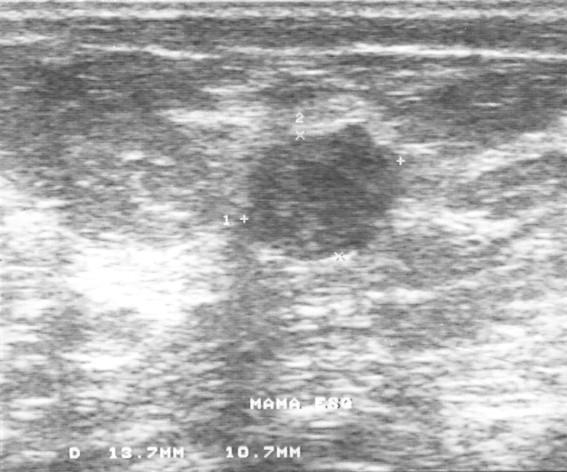
Scanner: GE Logiq 5 @10-12MHz. Imaging: B-mode breast ultrasound.
(coordinates in a 567x472 pixel frame) The finding is located within the bounding box (248,125)-(401,258).